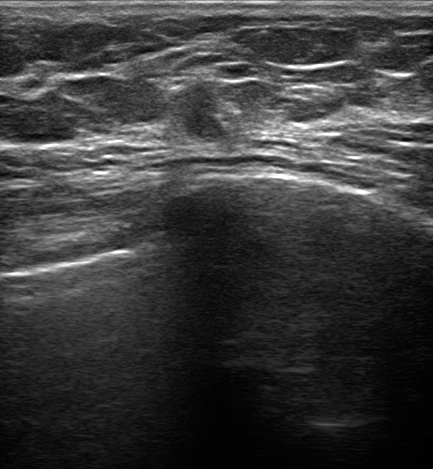
Imaging: breast ultrasound scan. 60-year-old patient.
Echogenic halo: present.
Skin thickening: none.
Internally the breast lesion is hypoechoic.
There are no calcifications.
No posterior acoustic features are seen.
The breast lesion has indistinct margins.
The breast lesion appears irregular.
BI-RADS category 4C.
Radiologic interpretation: Suspicion of malignancy; Dysplasia; Fibroadenoma; Intraductal papilloma.
Outcome on biopsy or follow-up: malignant.